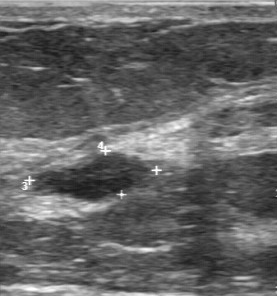
Imaging: breast sonogram.
Lesion region of interest: top-left (30, 153), bottom-right (157, 205).